Scanner: GE Logiq 7 @10-14MHz. Imaging: breast US.
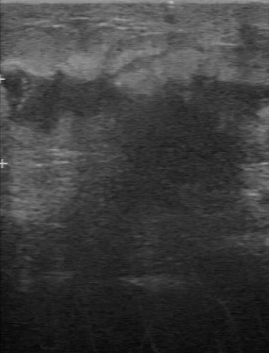
Original-read BI-RADS category: 5. Findings on the second read (an independent reader): a hypoechoic mass, margin irregular, boundary unclear. Biopsy showed invasive ductal carcinoma, a malignant finding.